Imaging: breast ultrasound image.
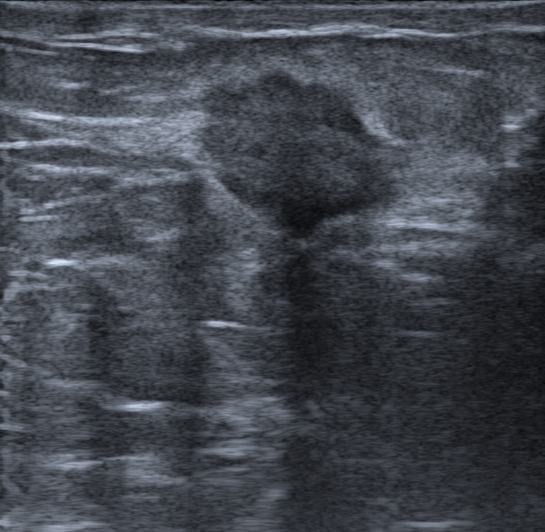
There is an irregular breast lesion that is hypoechoic, with non-circumscribed (microlobulated and indistinct) margins. There is posterior acoustic shadowing. Skin thickening: none. Echogenic halo: present. BI-RADS 5; outcome on biopsy or follow-up: malignant. Differential on reading: Suspicion of malignancy.